Modality: breast ultrasound image.
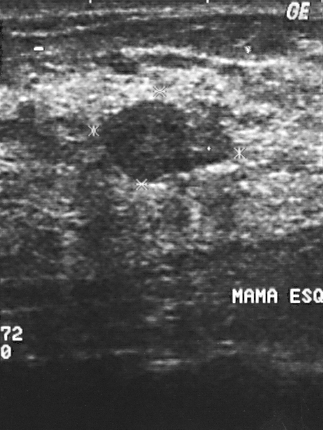
This breast ultrasound image shows a breast lesion, benign on biopsy or follow-up.